Imaging: B-mode breast ultrasound.
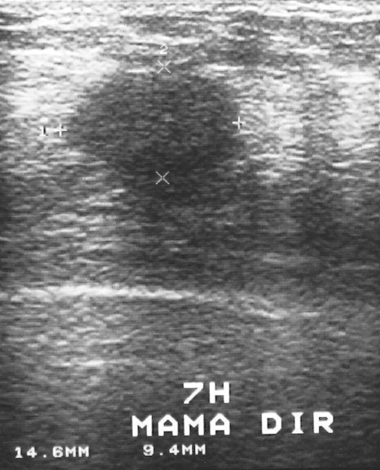
The breast lesion is malignant on biopsy or follow-up.